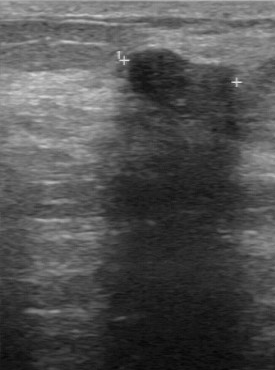
Modality: breast ultrasound image.
Original-read BI-RADS category: 3. A second, independent read describes the breast lesion as follows. Its boundary is clear. Margin: regular. The breast lesion is hypoechoic. Calcifications: none. Biopsy showed fibroadenoma, a benign finding.